Imaging: breast ultrasound image.
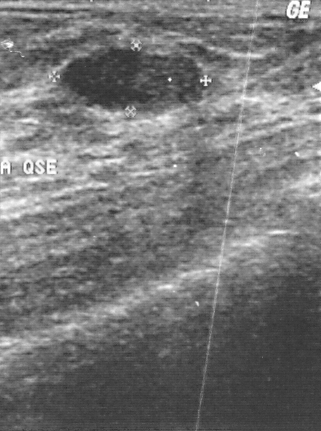
A lesion is seen. BI-RADS category 2. Biopsy showed fibrocystic changes, a benign finding.